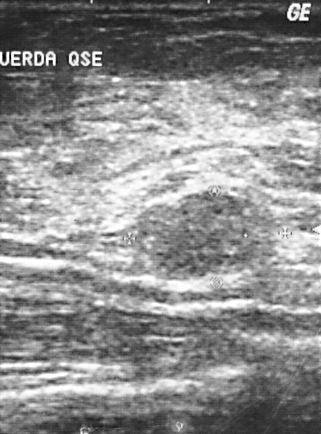
Imaging: breast ultrasound image.
Histopathology: fibrocystic changes (benign). BI-RADS category 4. The breast lesion is benign on biopsy or follow-up.